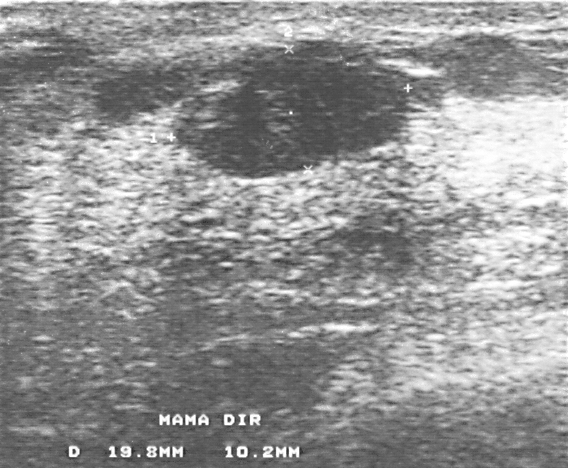
Modality: breast sonogram.
The breast lesion occupies approximately (174,43)-(405,179). The breast lesion is benign on biopsy or follow-up.